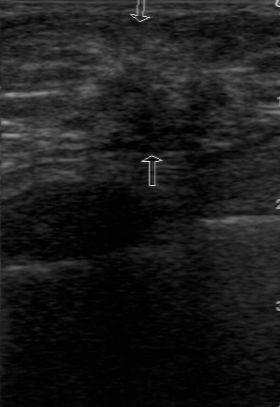
Scanner: GE Logiq 7 @10-14MHz. Breast US.
Lesion region of interest: 66 34 236 152.